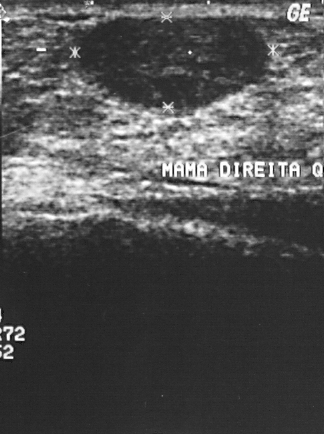
Modality: B-mode breast ultrasound.
A lesion is present on this B-mode breast ultrasound. It was assessed as BI-RADS 2. Biopsy showed fibroadenoma, a benign finding.